Imaging: breast sonogram. Acquired on U-Systems @10-14MHz.
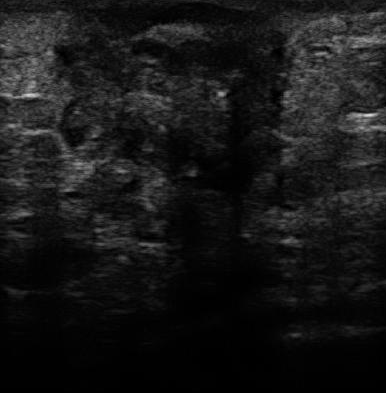
The breast lesion was assessed as BI-RADS 5 by the original reader. On a second read by an independent reader: Its boundary is unclear. Margin: irregular. Echo pattern: heterogeneous. There are multiple calcifications. The biopsy result was invasive ductal carcinoma; the breast lesion is malignant.